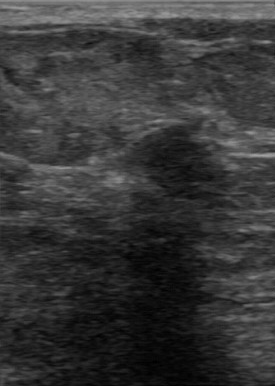
Acquired on GE Logiq 7 @10-14MHz. Modality: breast US.
The original reader assigned BI-RADS 4.
A second, independent read describes the finding as follows.
The margin is regular.
The lesion boundary is clear.
Internally the finding is hypoechoic.
Calcifications: none.
Histopathology: fibroadenoma (benign).